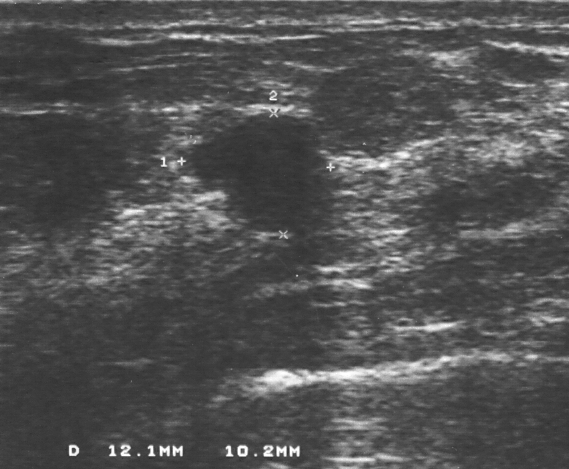
Modality: breast US.
The BI-RADS is 4.